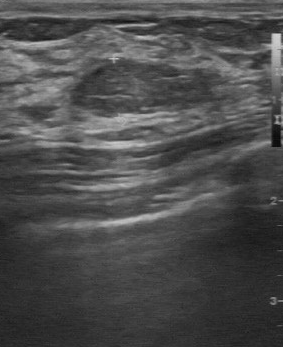
Breast sonogram.
FINDINGS: BI-RADS assessment: 2. Confirmed outcome (biopsy or follow-up): benign.
OUTCOME ON BIOPSY OR FOLLOW-UP: benign.